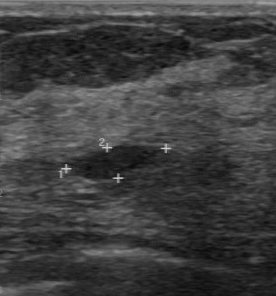
Breast US.
This breast US shows a lesion, benign on biopsy or follow-up. BI-RADS 3.